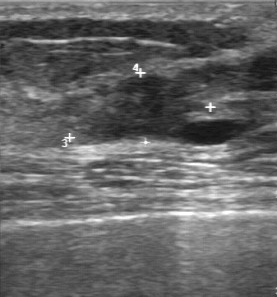
Modality: B-mode breast ultrasound.
The breast lesion was assessed as BI-RADS 4 by the original reader. On a second read by an independent reader: Echo pattern: slightly hypoechoic. Calcifications: none. Boundary: unclear. The margin is irregular. Biopsy showed fibroadenoma, a benign finding.